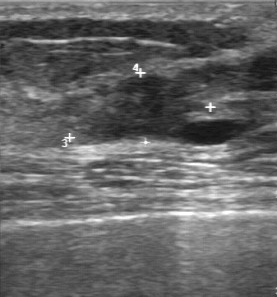
Modality: breast US.
No calcifications are seen. Second-reader BI-RADS: 4A. Internal echoes are slightly hypoechoic. Boundary: unclear. Outcome on biopsy or follow-up: benign.